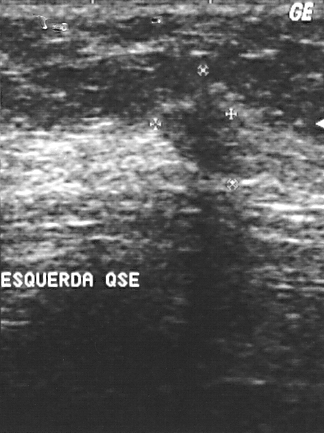
Breast ultrasound image.
FINDINGS: BI-RADS assessment: 4. Histopathology: invasive ductal carcinoma. Outcome on biopsy or follow-up: malignant.
OUTCOME ON BIOPSY OR FOLLOW-UP: malignant.